Breast US.
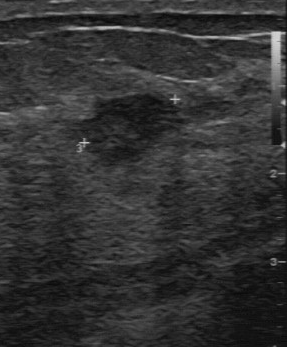
(coordinates in a 287x347 pixel frame) Lesion region of interest: x1=63, y1=93, x2=183, y2=166. The breast lesion is benign on biopsy or follow-up.